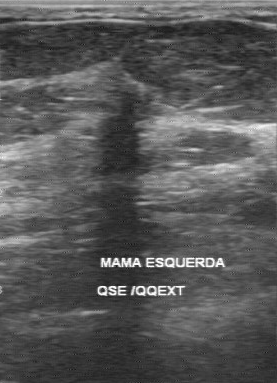
Breast ultrasound scan.
- calcifications: none
- confirmed outcome (biopsy or follow-up): malignant
- margin: irregular
- boundary: unclear
- echogenicity: hypoechoic